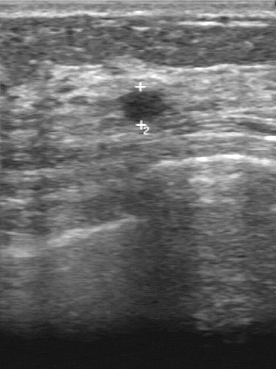
Breast US.
The finding was assessed as BI-RADS 2 by the original reader. Descriptors from an independent second read (not the reader who assigned the category): The finding has a regular margin. The lesion boundary is clear. Echo pattern: slightly hypoechoic. There are no calcifications. Histopathology: cyst (benign).